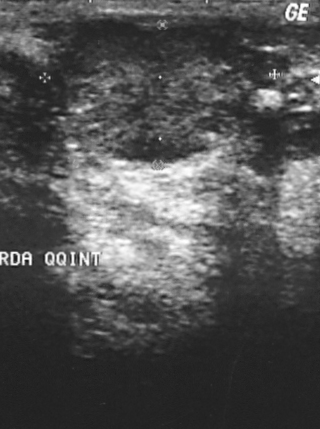
Imaging: breast ultrasound.
Pixel coordinates (x1, y1, x2, y2): Lesion region of interest: (51,19)-(285,166). The mass is malignant on biopsy or follow-up.